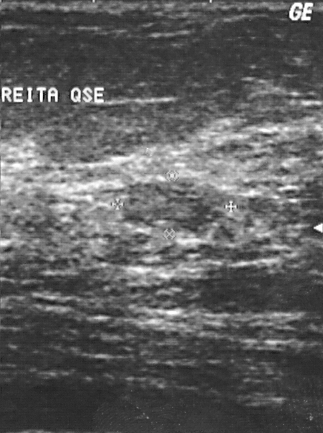
Breast US.
BI-RADS category 3. Biopsy showed fibroadenoma, a benign finding.